Breast sonogram.
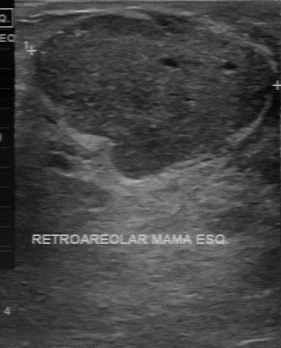
- lesion margin: partially regular
- lesion boundary: fairly clear
- calcifications: absent
- echo pattern: mixed cystic and solid